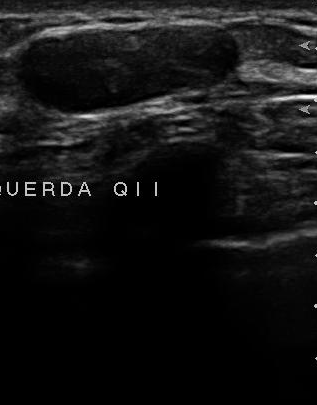
Modality: breast ultrasound image.
Pixel coordinates (x1, y1, x2, y2): The finding occupies approximately (14, 22) to (243, 116). The finding is benign on biopsy or follow-up.